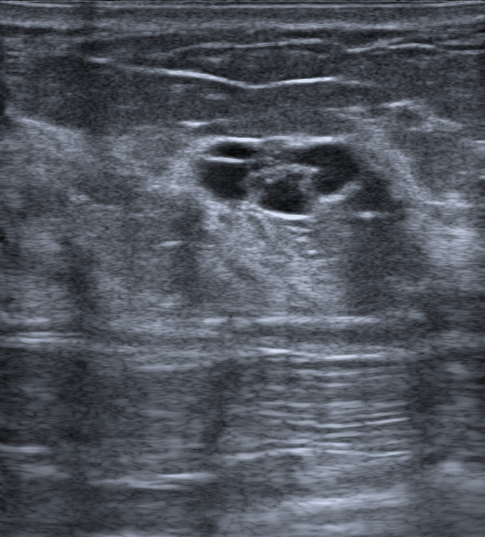
38-year-old patient. Modality: breast US.
Outcome on biopsy or follow-up: benign.